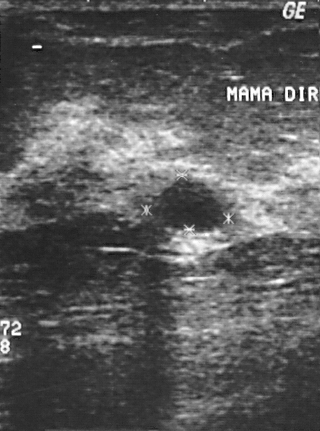
Modality: B-mode breast ultrasound.
Biopsy or follow-up result: benign. BI-RADS 2.